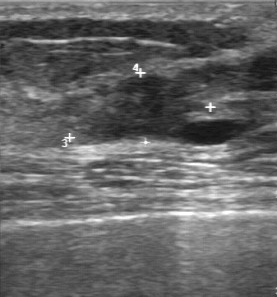
Modality: breast sonogram.
Pixel coordinates (x1, y1, x2, y2): Segment the breast lesion: bounding box [85, 75, 190, 143].